Scanner: GE Logiq 5 @10-12MHz. Breast ultrasound scan.
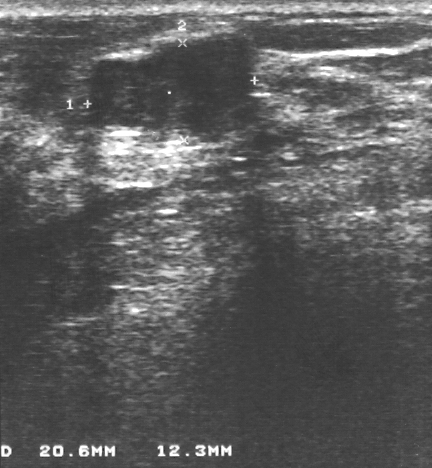
Coordinates are pixels in the 432x468 image. Lesion region of interest: (87,39)-(259,139).